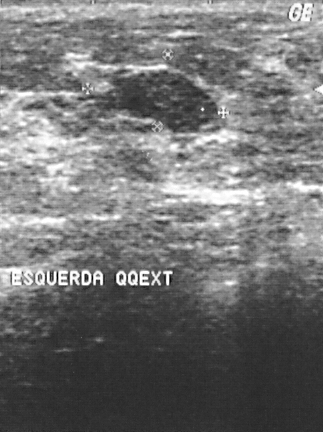
Modality: breast US.
Pathology: fibroadenoma. The BI-RADS assessment is 2.